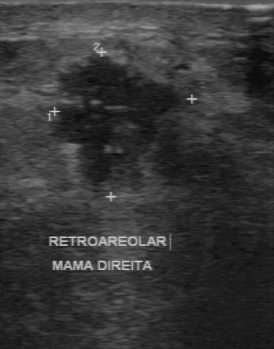
Acquired on GE Logiq 7 @10-14MHz. Modality: breast US.
The finding was categorized BI-RADS 5 in the original read. On a second read by an independent reader: Boundary: unclear. The margin is irregular. The finding is heterogeneous. The finding contains multiple clustered microcalcifications. The biopsy result was invasive ductal carcinoma; the finding is malignant.